Imaging: breast ultrasound image.
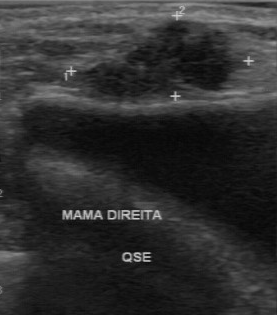
Outcome on biopsy or follow-up: malignant. (BI-RADS category 4.)